Modality: breast sonogram.
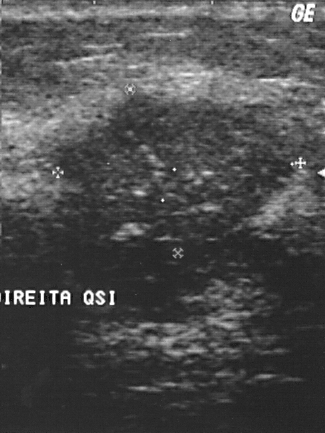
(coordinates in a 325x433 pixel frame) Segment the finding: bounding box (63,86)-(295,244).